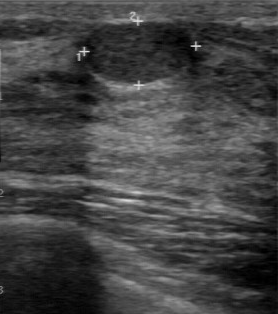
Modality: breast ultrasound image. Scanner: GE Logiq 7 @10-14MHz.
Breast ultrasound image findings:
- BI-RADS on independent re-read: 3
- outcome on biopsy or follow-up: benign